Modality: breast ultrasound scan.
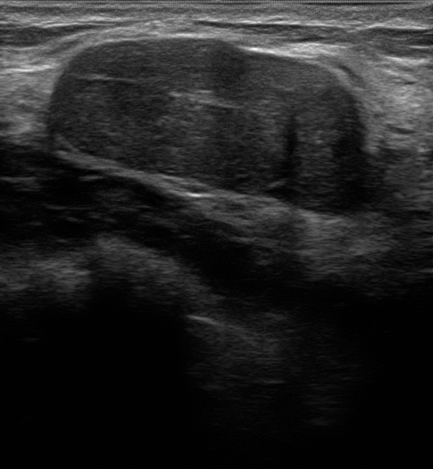
Biopsy or follow-up result: benign.